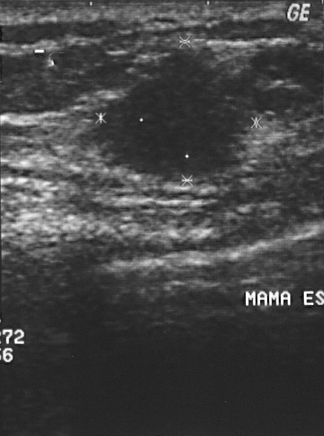
Acquired on GE Logiq 5 @10-12MHz. Breast ultrasound image.
Lesion characteristics:
- BI-RADS category: 4